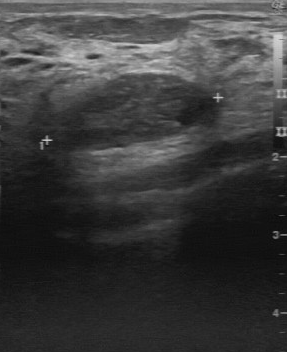
Modality: breast ultrasound image.
A mass is seen with regular contour, calcifications: absent, slightly hypoechoic echo pattern, clear lesion boundary.